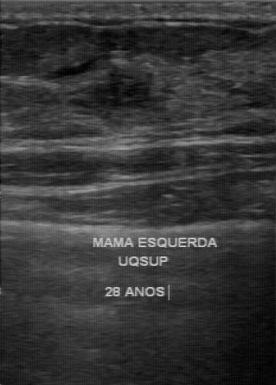
Imaging: breast ultrasound image. Acquired on GE Logiq 7 @10-14MHz.
The finding demonstrates BI-RADS category: 4.